B-mode breast ultrasound.
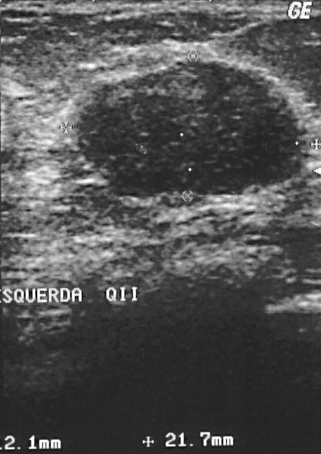
This B-mode breast ultrasound shows a breast lesion with biopsy result: fibroadenoma, BI-RADS category: 2.